Modality: breast US.
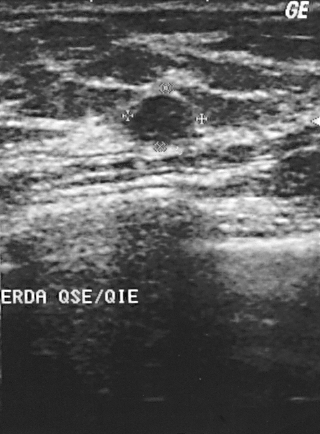
This breast US shows a finding. It was assessed as BI-RADS 2. Pathology confirmed benign fibroadenoma.